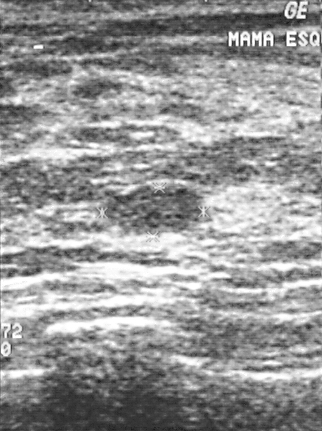
Breast ultrasound scan. Scanner: GE Logiq 5 @10-12MHz.
BI-RADS assessment: 2.
Histopathology: fibroadenoma (benign).